Modality: breast ultrasound.
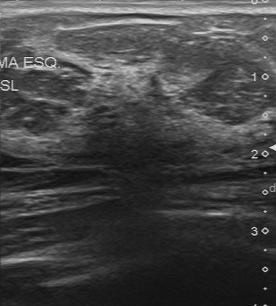
The breast lesion was categorized BI-RADS 4 in the original read. A second reader, independent of the original assessment, describes a heterogeneous breast lesion with an irregular margin; the boundary is unclear. The biopsy result was fibrocystic changes; the breast lesion is benign.